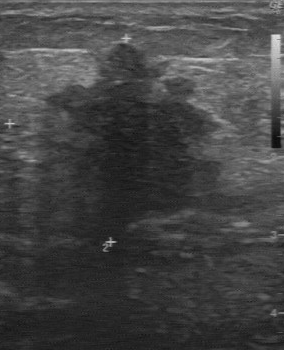
Imaging: breast ultrasound image.
Coordinates are pixels in the 284x350 image. The mass occupies approximately 33 42 224 242. The mass is malignant on biopsy or follow-up.